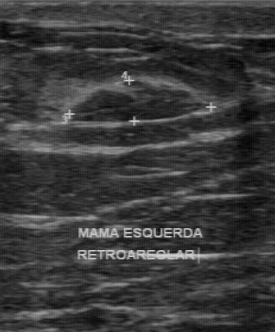
Imaging: breast US.
Breast US findings:
- BI-RADS: 3
- confirmed outcome (biopsy or follow-up): benign